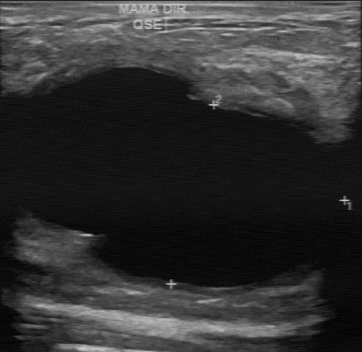
Modality: B-mode breast ultrasound.
Biopsy or follow-up result: benign. (BI-RADS category 2.)